Modality: breast sonogram.
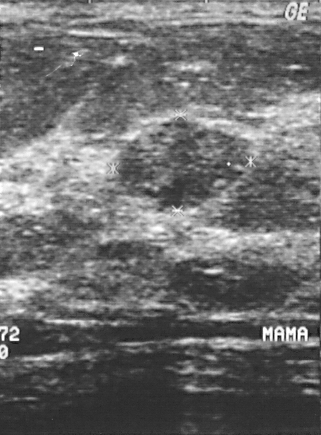
Mass: benign on biopsy or follow-up.